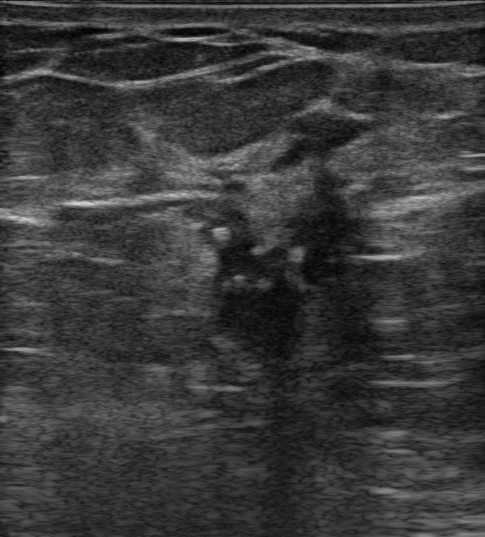
Imaging: breast ultrasound.
There is an irregular finding that is heterogeneous, with spiculated margins. There is posterior acoustic shadowing. Echogenic halo: absent. Calcifications are present within the mass. The finding is categorized as BI-RADS 5; on biopsy or follow-up it was malignant. Radiologic interpretation: Suspicion of malignancy. Biopsy result: Invasive carcinoma of no special type (NST).